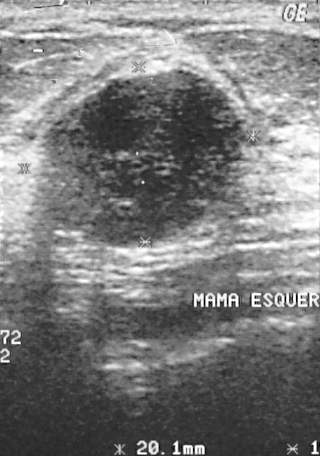
Imaging: breast sonogram. Acquired on GE Logiq 5 @10-12MHz.
A breast lesion is seen. Assessment: BI-RADS 2. Histopathology: fibroadenoma (benign).